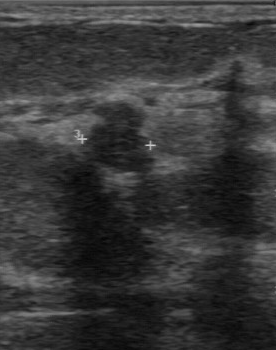
Modality: breast ultrasound image.
The lesion was categorized BI-RADS 4 in the original read. Findings on the second read (an independent reader): a hypoechoic lesion, margin partially regular, boundary somewhat unclear. Histopathology: fibroadenoma (benign).